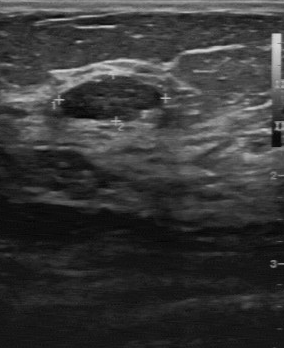
Scanner: GE Logiq 7 @10-14MHz. Modality: breast US.
This breast US shows a lesion with hypoechoic internal echoes, clear lesion boundary, BI-RADS (first reader): 3, BI-RADS on independent re-read: 3, regular contour, calcifications: none, histopathology: fibroadenoma, confirmed outcome (biopsy or follow-up): benign.